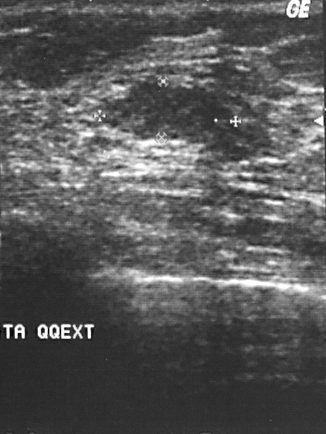
Imaging: breast ultrasound scan.
Pixel coordinates (x1, y1, x2, y2): Breast lesion bounding box: x1=102, y1=78, x2=234, y2=140. The breast lesion is benign on biopsy or follow-up.